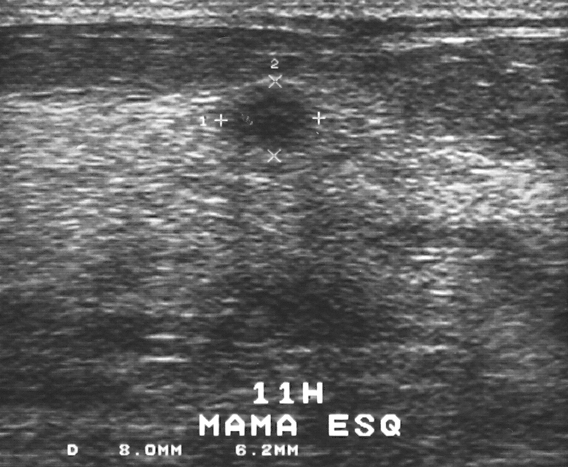
Imaging: breast US.
Histopathology: fat necrosis. BI-RADS category 4. Biopsy or follow-up result: benign.